Imaging: breast US. Scanner: GE Logiq 5 @10-12MHz.
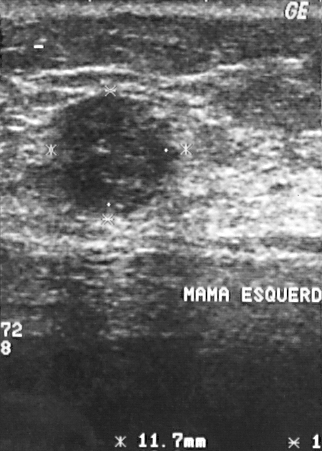
BI-RADS category 4. The biopsy result was cyst; the lesion is benign.